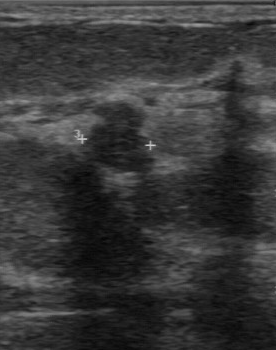
Imaging: breast ultrasound scan.
Lesion boundary: somewhat unclear. Independent BI-RADS assessment: 4A.